Breast ultrasound image.
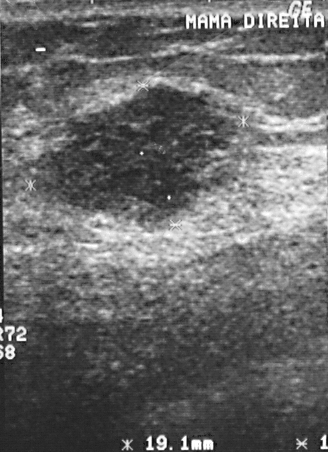
Confirmed outcome (biopsy or follow-up): malignant. BI-RADS assessment is 4.